Imaging: breast sonogram.
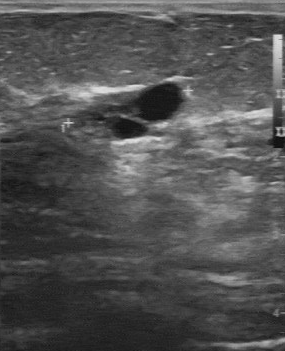
- BI-RADS assessment: 2